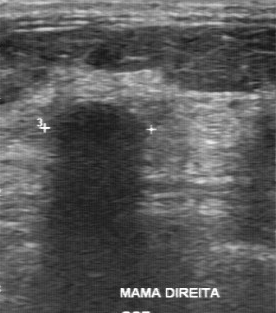
Breast ultrasound.
- margin: regular
- echo pattern: hypoechoic
- calcifications: none
- lesion boundary: fairly clear
- outcome on biopsy or follow-up: benign